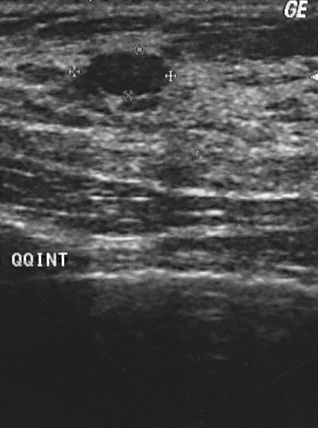
Imaging: breast US.
The mass is assessed as BI-RADS 2. The biopsy result was fibroadenoma; the mass is benign. This mass proved benign on biopsy or follow-up.